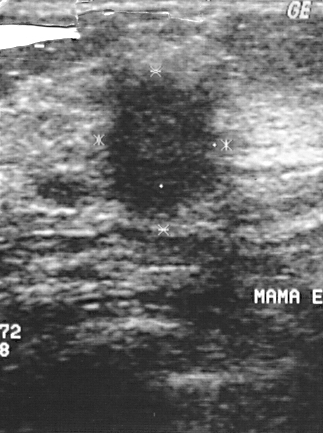
Breast ultrasound.
Assigned BI-RADS 4. The biopsy result was invasive ductal carcinoma; the breast lesion is malignant.